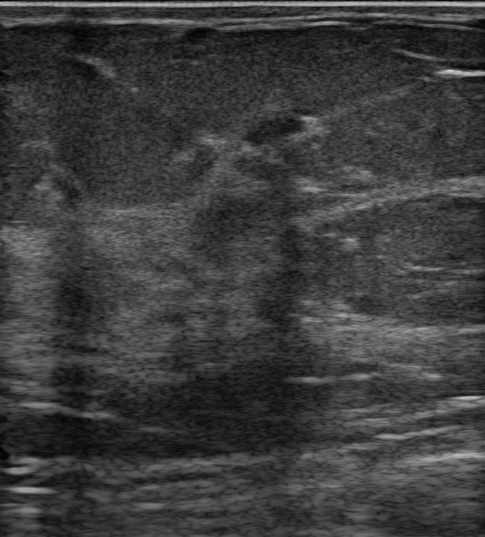
Imaging: breast ultrasound image.
Lesion characteristics:
- calcifications: absent
- confirmed outcome (biopsy or follow-up): benign
- borders: circumscribed
- lesion shape: oval
- radiologist impression: Complex cyst / Non-simple cyst; Cyst filled with thick fluid; Fibroadenoma
- skin thickening: absent
- echogenic halo: absent
- BI-RADS assessment: 3
- echotexture: hypoechoic
- posterior features: none